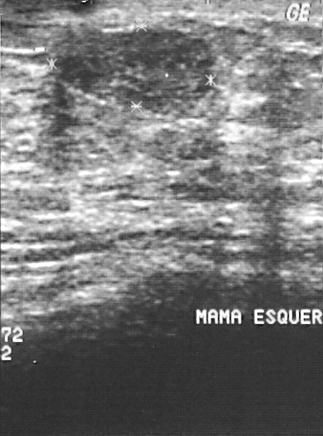
Modality: breast ultrasound scan.
BI-RADS category: 2. The biopsy result is fibroadenoma. Outcome on biopsy or follow-up is benign.